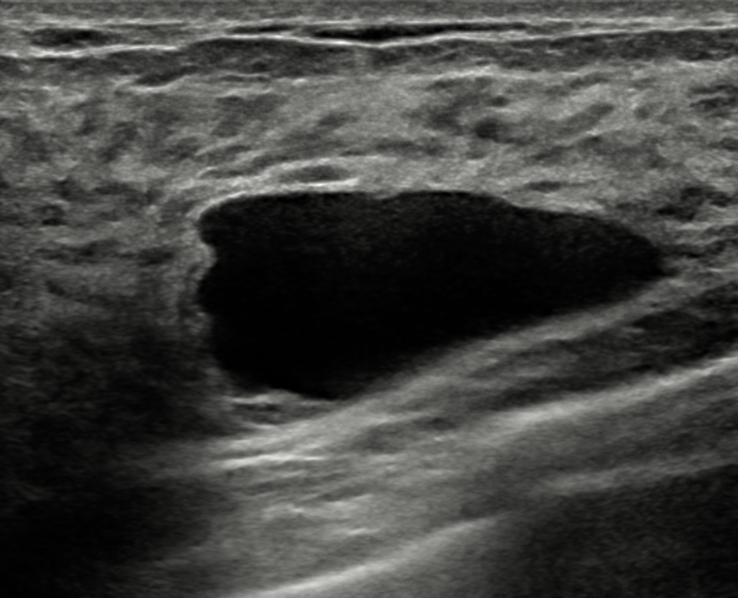
Imaging: breast sonogram.
Shape: oval. Calcifications: absent. Posterior acoustic features are enhancement. BI-RADS category is 2. Echotexture is anechoic. Lesion margin is circumscribed. Outcome on biopsy or follow-up: benign. Verification is confirmed by follow-up care. There is no skin thickening. Echogenic halo: none. The differential is Simple cyst; Complex cyst / Non-simple cyst.